Modality: breast ultrasound scan.
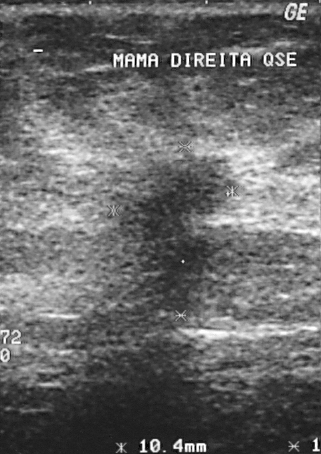
BI-RADS category 4.
Biopsy showed invasive ductal carcinoma, a malignant finding.
The mass is malignant on biopsy or follow-up.